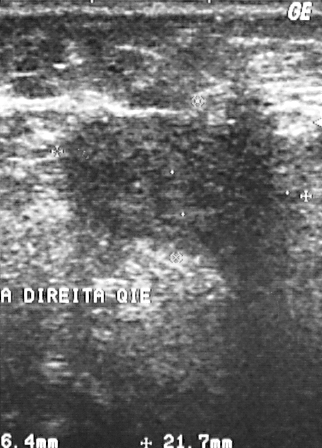
Modality: breast ultrasound image.
Finding: lesion, malignant on biopsy or follow-up.